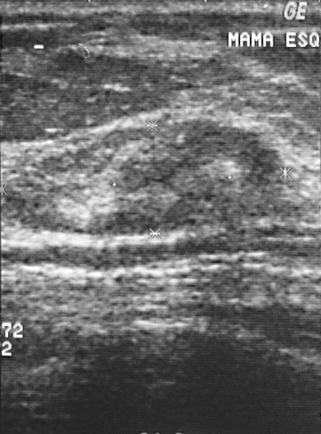
Imaging: breast ultrasound scan.
A mass is seen with BI-RADS assessment: 2, biopsy or follow-up result: benign, histopathology: fibrocystic changes.